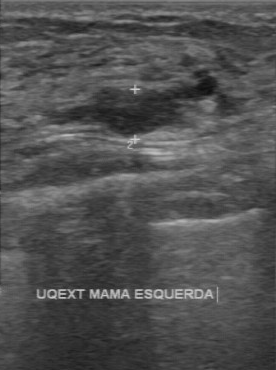
Scanner: GE Logiq 7 @10-14MHz. Imaging: breast sonogram.
Pixel coordinates (x1, y1, x2, y2): The mass is located within the bounding box 96 87 173 135. BI-RADS 4.